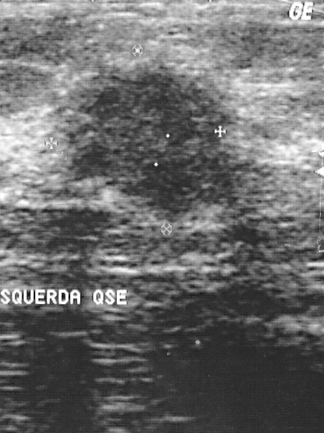
Modality: breast ultrasound image.
Pixel coordinates (x1, y1, x2, y2): The finding occupies approximately [61, 63, 250, 223]. The finding is malignant on biopsy or follow-up.